Breast ultrasound. Acquired on GE Logiq 5 @10-12MHz.
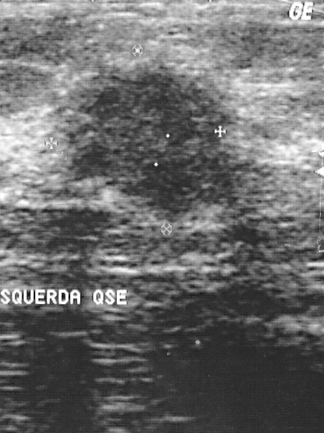
A lesion is present on this breast ultrasound. Assessment: BI-RADS 4. Pathology confirmed malignant invasive ductal carcinoma.